B-mode breast ultrasound.
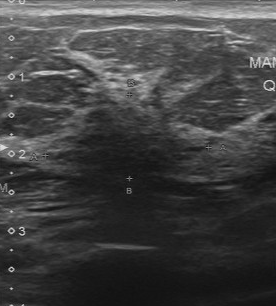
BI-RADS 4 in the original read. A second reader, independent of the original assessment, describes a hypoechoic lesion with an irregular margin; the boundary is unclear. No calcifications are seen. The biopsy result was fibrocystic changes; the lesion is benign.